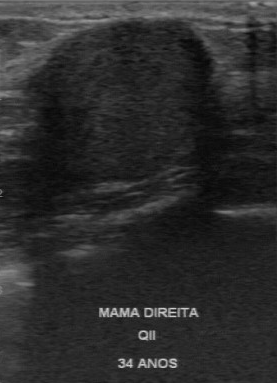
Imaging: breast ultrasound.
Breast lesion: benign on biopsy or follow-up.